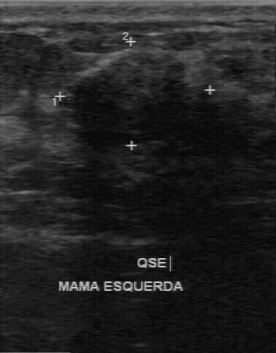
Breast US.
Original-read BI-RADS category: 3.
The following findings are from a second reader, independent of the original assessment.
The margin is regular.
Boundary: clear.
Internally the breast lesion is hypoechoic.
There are no calcifications.
Histopathology: fibrocystic changes (benign).